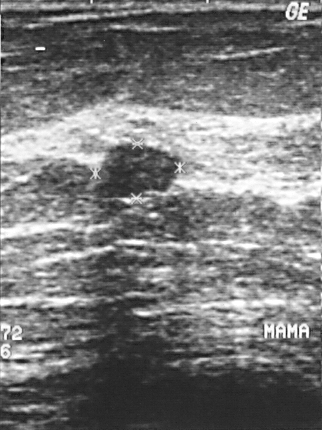
Modality: breast ultrasound image.
The finding is benign on biopsy or follow-up. BI-RADS category 2. Biopsy showed fibroadenoma, a benign finding.